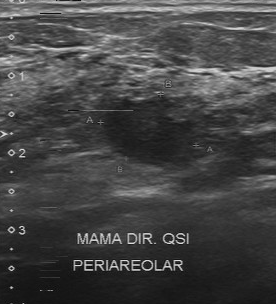
Breast US.
FINDINGS: Echo pattern: slightly hypoechoic. Margin: partially regular. Lesion boundary: somewhat unclear. Calcifications: none. Outcome on biopsy or follow-up: benign.
OUTCOME ON BIOPSY OR FOLLOW-UP: benign.